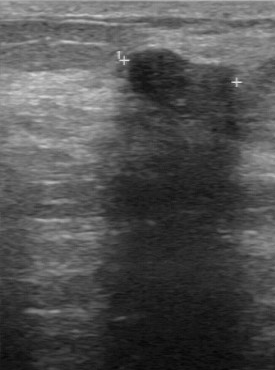
Modality: breast US.
Second-reader BI-RADS is 3. There are no calcifications. Biopsy result is fibroadenoma. Echo pattern is hypoechoic. Lesion margin is regular.